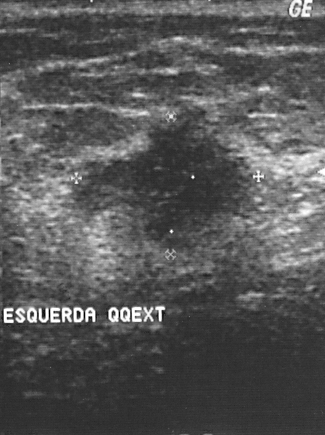
Breast ultrasound scan.
This breast ultrasound scan shows a finding. Assessment: BI-RADS 4. Pathology confirmed malignant invasive ductal carcinoma.